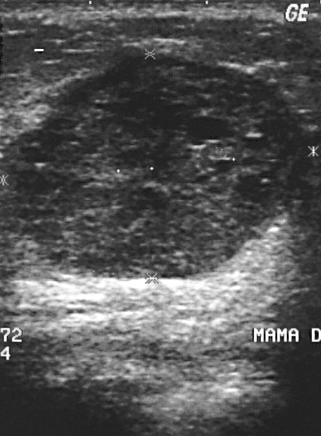
B-mode breast ultrasound.
The mass demonstrates BI-RADS: 4, biopsy or follow-up result: malignant.